Imaging: breast sonogram.
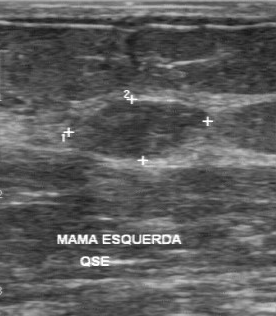
BI-RADS 3 in the original read. A second reader, independent of the original assessment, describes a hypoechoic lesion with a regular margin; the boundary is clear. No calcifications are seen. Histopathology: fibroadenoma (benign).